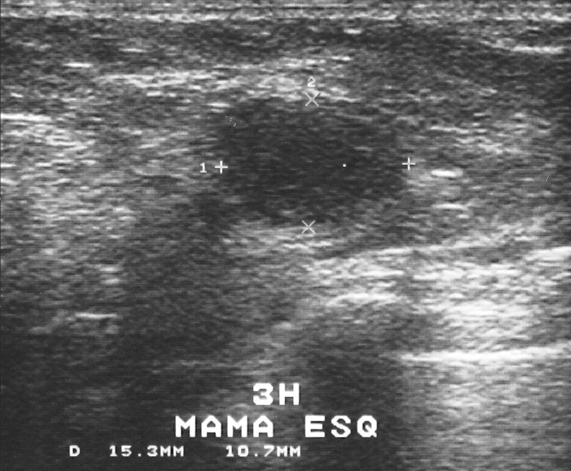
Modality: breast ultrasound scan.
- BI-RADS category: 3
- confirmed outcome (biopsy or follow-up): benign